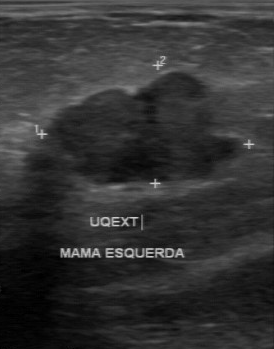
Modality: breast sonogram.
Pixel coordinates (x1, y1, x2, y2): Lesion region of interest: [55, 72, 238, 185]. The lesion is benign on biopsy or follow-up.